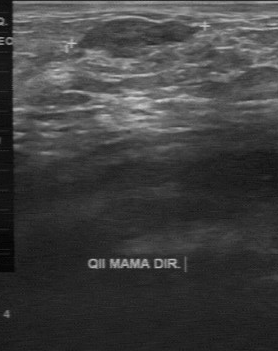
Acquired on GE Logiq 7 @10-14MHz. Imaging: breast US.
Breast US findings:
- independent BI-RADS assessment: 3